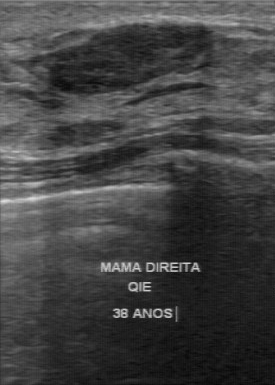
Modality: breast sonogram.
The independent BI-RADS assessment is 3.